Imaging: B-mode breast ultrasound.
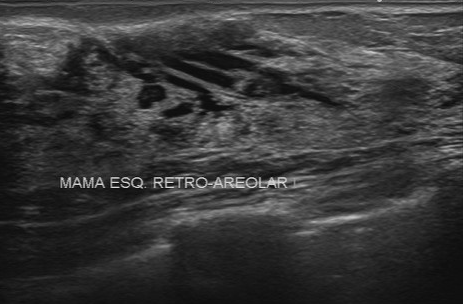
Biopsy or follow-up result: benign. Histopathology is fibrocystic changes. The BI-RADS is 4.